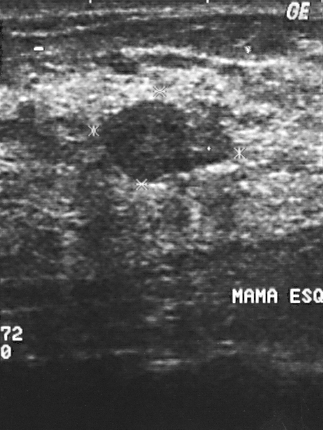
Imaging: breast ultrasound. Acquired on GE Logiq 5 @10-12MHz.
Pixel coordinates (x1, y1, x2, y2): Finding bounding box: x1=103, y1=99, x2=232, y2=179. The finding is benign on biopsy or follow-up.